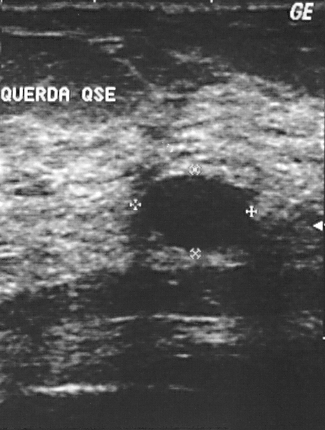
Breast ultrasound. Acquired on GE Logiq 5 @10-12MHz.
Pixel coordinates (x1, y1, x2, y2): Lesion region of interest: [143, 176, 249, 249].